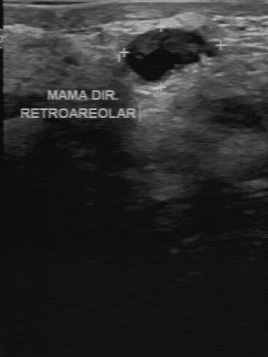
Modality: B-mode breast ultrasound. Scanner: GE Logiq 7 @10-14MHz.
BI-RADS 2 in the original read; on a second read the margin is partially regular, the boundary fairly clear and the lesion hypoechoic. Calcifications: none. Biopsy showed cyst, a benign finding.